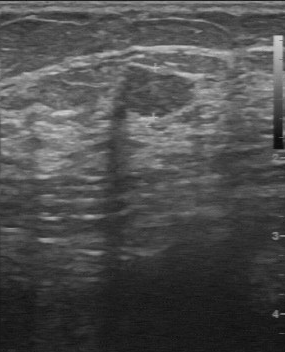
Breast ultrasound.
FINDINGS: Lesion boundary: clear. Second-reader BI-RADS: 3. Lesion margin: regular. Histopathology: fibroadenoma. BI-RADS (first reader): 4. Echogenicity: slightly hypoechoic.